Modality: breast ultrasound image.
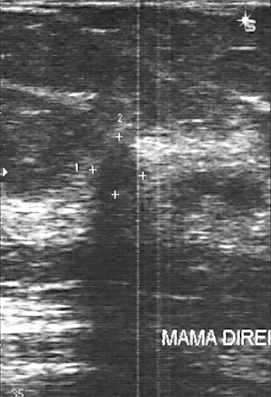
Outcome on biopsy or follow-up: malignant.